Modality: B-mode breast ultrasound.
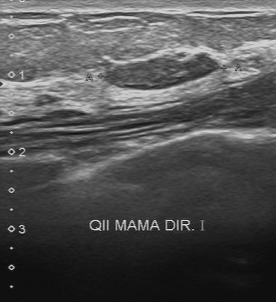
FINDINGS: B-mode breast ultrasound. Independent BI-RADS assessment: 3. Echo pattern: slightly hypoechoic. Calcifications: none. Margin: regular. Confirmed outcome (biopsy or follow-up): benign. Lesion boundary: clear.
OUTCOME ON BIOPSY OR FOLLOW-UP: benign.